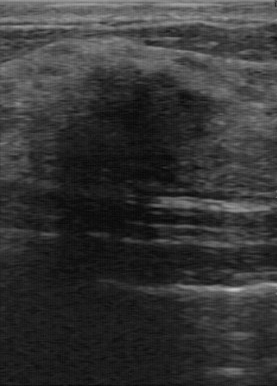
Imaging: breast sonogram.
FINDINGS: Calcifications: none. Lesion margin: partially regular. Boundary: somewhat unclear. Echo pattern: hypoechoic.
OUTCOME ON BIOPSY OR FOLLOW-UP: benign.